Breast ultrasound scan.
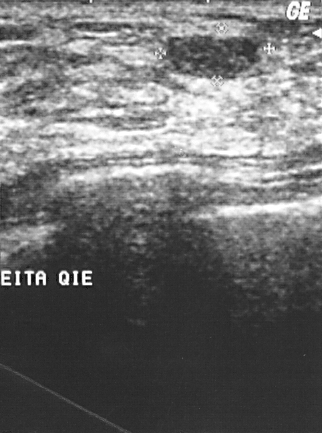
This breast ultrasound scan shows a mass. It was assessed as BI-RADS 2. The biopsy result was fibroadenoma; the mass is benign.